Imaging: breast ultrasound image.
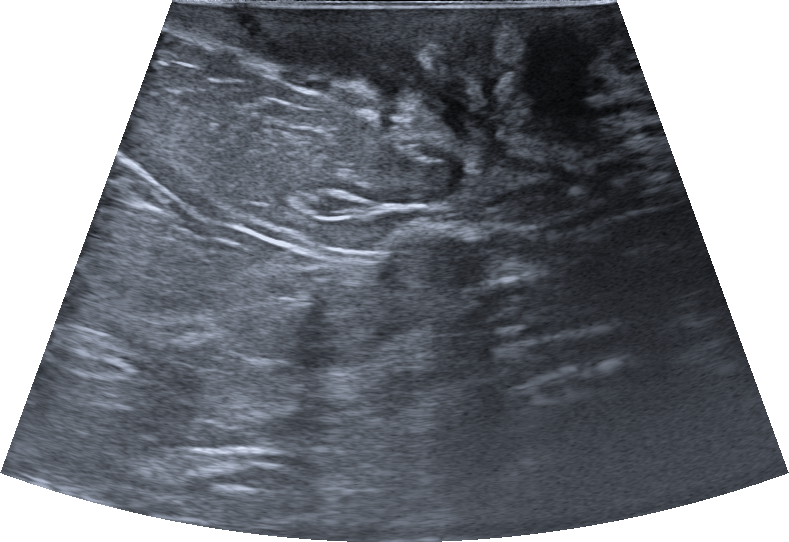
Echotexture: hypoechoic. There are no posterior features. There are no calcifications. The shape is irregular. Lesion margin is not circumscribed - indistinct. The BI-RADS is 2. There is no echogenic halo. Skin thickening is present.